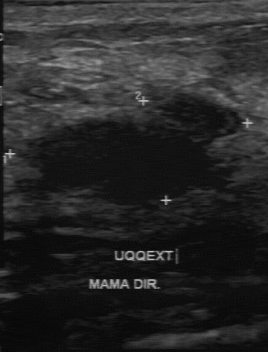
Acquired on GE Logiq 7 @10-14MHz. Breast sonogram.
The original reader assigned BI-RADS 4.
Descriptors from an independent second read (not the reader who assigned the category):
Margin: partially regular.
Its boundary is somewhat unclear.
Internally the finding is hypoechoic.
No calcifications are seen.
Biopsy showed fibroadenoma, a benign finding.